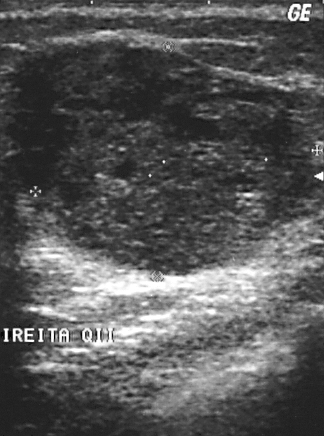
Imaging: breast ultrasound.
A lesion is present on this breast ultrasound. Assessment: BI-RADS 4. The biopsy result was invasive ductal carcinoma; the lesion is malignant.